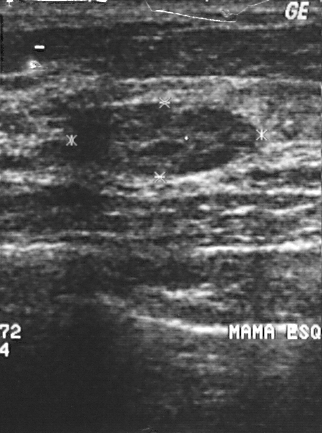
Modality: breast sonogram.
Assigned BI-RADS 2. The breast lesion is benign on biopsy or follow-up. Pathology confirmed fibroadenoma.